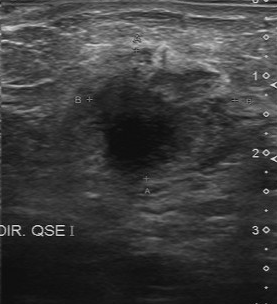
Modality: breast ultrasound scan.
The lesion was categorized BI-RADS 5 in the original read.
The following findings are from a second reader, independent of the original assessment.
The margin is irregular.
Boundary: unclear.
Echo pattern: hypoechoic.
Calcifications: none.
Histopathology: invasive ductal carcinoma (malignant).